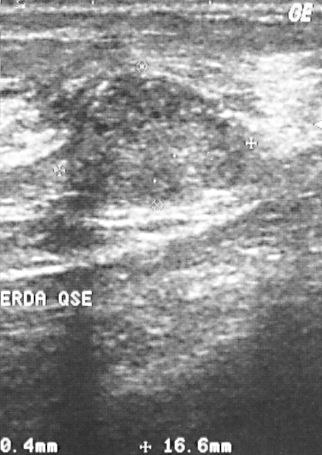
Breast US.
This breast US shows a finding. Assessment: BI-RADS 2. Biopsy showed fibrocystic changes, a benign finding.